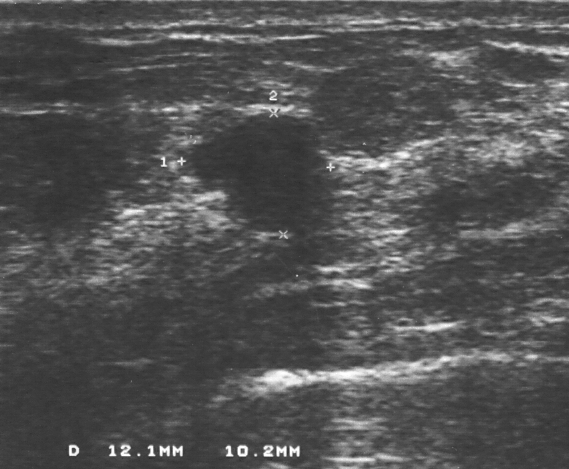
Modality: breast ultrasound scan.
A breast lesion is present on this breast ultrasound scan. It was assessed as BI-RADS 4. Biopsy showed fibroadenoma, a benign finding.